B-mode breast ultrasound.
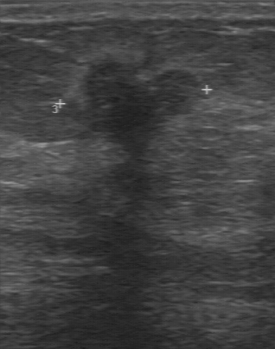
Lesion margin: irregular. The outcome on biopsy or follow-up is malignant. The lesion boundary is unclear. No calcifications are seen. The echogenicity is hypoechoic.